Modality: breast ultrasound image.
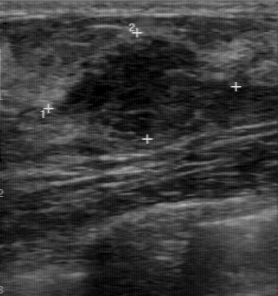
Boundary: fairly clear. Outcome on biopsy or follow-up: benign. Internal echoes: hypoechoic. Margin: regular. Calcifications: none.